Breast ultrasound scan.
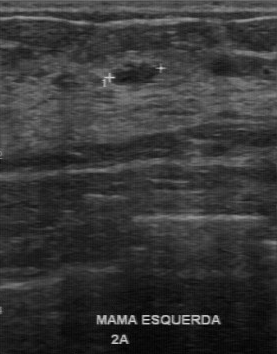
The breast lesion was categorized BI-RADS 3 in the original read. On a second read by an independent reader: Its boundary is clear. Margin: regular. Calcifications: none. The breast lesion is hypoechoic. Histopathology: fibroadenoma (benign).